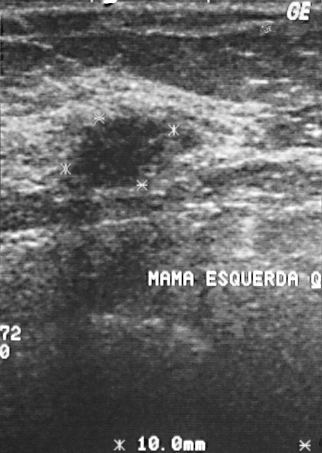
Acquired on GE Logiq 5 @10-12MHz. Imaging: breast ultrasound.
The mass is assessed as BI-RADS 3. Histopathology: cyst (benign).